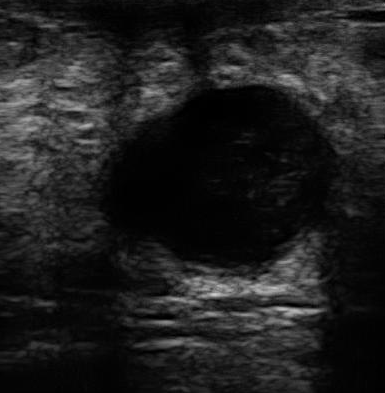
Modality: breast ultrasound image.
BI-RADS 2 in the original read. The following findings are from a second reader, independent of the original assessment. Margin: regular. Boundary: fairly clear. Echo pattern: hypoechoic. There are no calcifications. The biopsy result was cyst; the lesion is benign.